B-mode breast ultrasound.
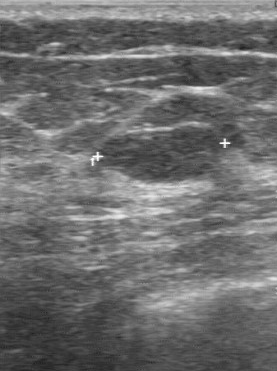
The breast lesion was categorized BI-RADS 3 in the original read. On a second, independent read, a breast lesion with a regular margin and a clear boundary is seen; it is hypoechoic. Calcifications: none. Pathology confirmed benign fibroadenoma.